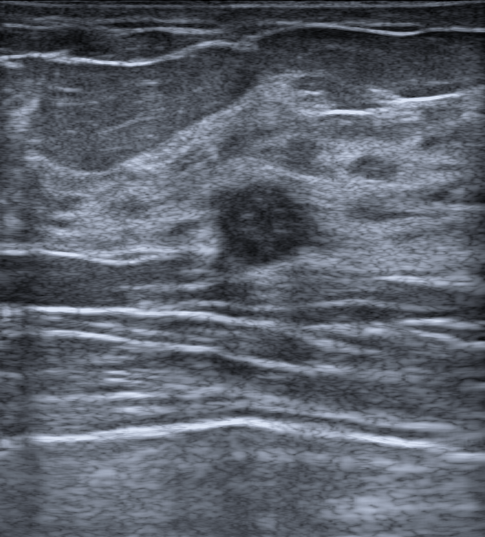
Imaging: B-mode breast ultrasound. 54-year-old patient.
The finding is oval and heterogeneous; its margin is circumscribed. There is posterior acoustic enhancement. BI-RADS assessment: 4A; biopsy or follow-up result: benign. Biopsy confirmed benign mammary dysplasia.